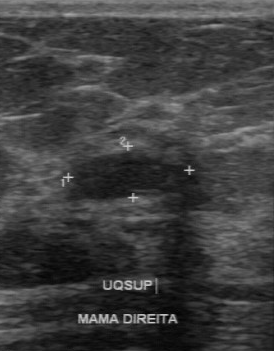
Modality: B-mode breast ultrasound.
Coordinates are pixels in the 274x351 image. Segment the lesion: bounding box x1=77, y1=153, x2=186, y2=201. The lesion is benign on biopsy or follow-up. BI-RADS 3.